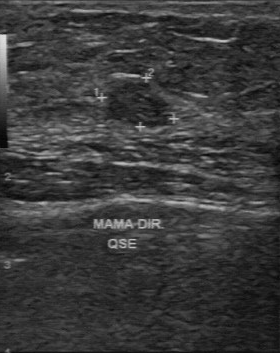
Scanner: GE Logiq 7 @10-14MHz. Imaging: breast US.
- original BI-RADS: 3
- confirmed outcome (biopsy or follow-up): malignant
- second-reader BI-RADS: 3